Imaging: breast sonogram.
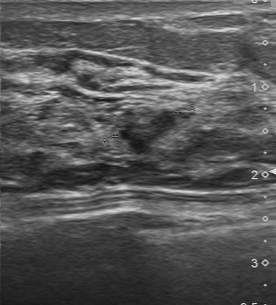
Lesion boundary is somewhat unclear. Margin is partially regular. Echo pattern is slightly hypoechoic. The BI-RADS (first reader) is 4. BI-RADS (second read): 4A.